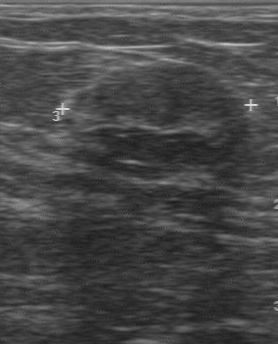
Modality: breast ultrasound image.
The mass was categorized BI-RADS 3 in the original read. A second, independent read describes the mass as follows. The mass is hypoechoic. Margin: regular. No calcifications are seen. Its boundary is clear. Histopathology: fibroadenoma (benign).